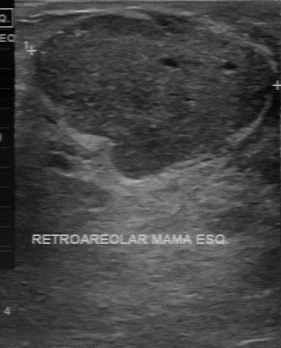
Modality: breast ultrasound.
Biopsy or follow-up result: benign.